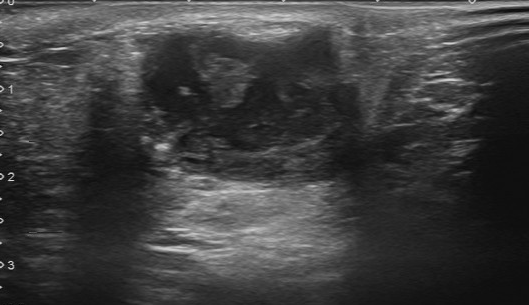
Breast ultrasound image.
Pathology is invasive ductal carcinoma. The BI-RADS assessment is 4. Confirmed outcome (biopsy or follow-up): malignant.